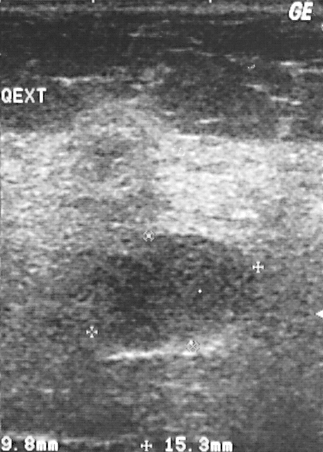
Modality: breast ultrasound scan.
FINDINGS: Breast ultrasound scan. BI-RADS category: 4. Pathology: fibroadenoma.
OUTCOME ON BIOPSY OR FOLLOW-UP: benign.